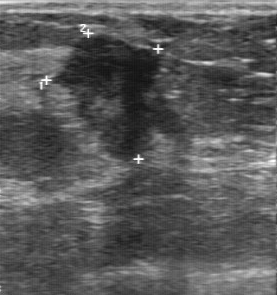
Imaging: breast US. Acquired on GE Logiq 7 @10-14MHz.
BI-RADS category is 5. The outcome on biopsy or follow-up is malignant.